Modality: breast sonogram.
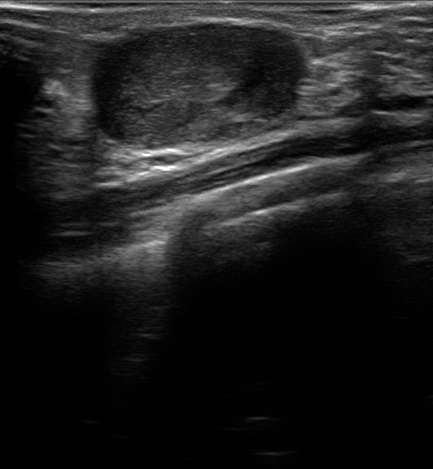
Biopsy or follow-up result: benign.